Age 57. Imaging: breast sonogram.
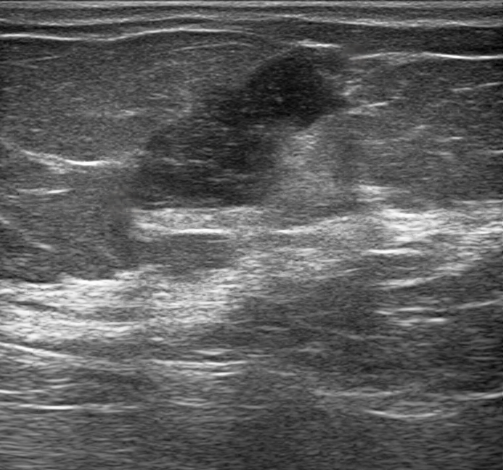
Coordinates are pixels in the 503x470 image. The lesion occupies approximately (137,50)-(358,216). The lesion is malignant on biopsy or follow-up.